Imaging: breast ultrasound.
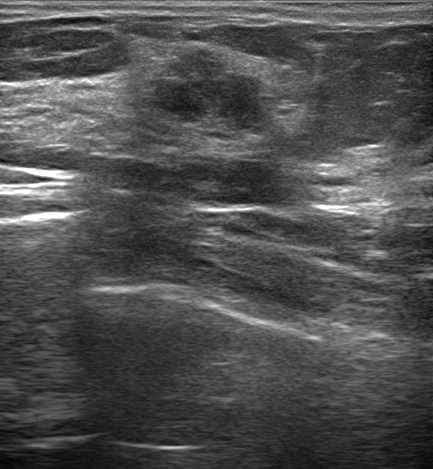
The lesion appears irregular. The margin is not circumscribed (indistinct). Echogenicity: hypoechoic. There is posterior acoustic enhancement. An echogenic halo is present. There are no calcifications. No skin thickening is seen. Differential on reading: Suspicion of malignancy; Fibroadenoma; Intraductal papilloma. Biopsy confirmed fibroadenoma. BI-RADS category 4B. Outcome on biopsy or follow-up: benign.